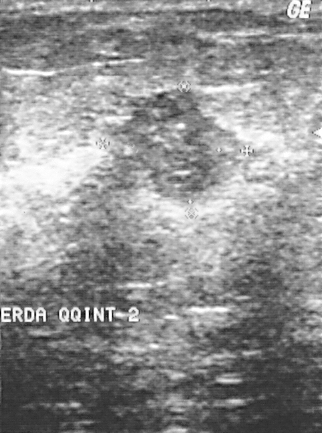
Imaging: breast sonogram. Scanner: GE Logiq 5 @10-12MHz.
This breast sonogram shows a mass. It was assessed as BI-RADS 4. Biopsy showed invasive ductal carcinoma, a malignant finding.